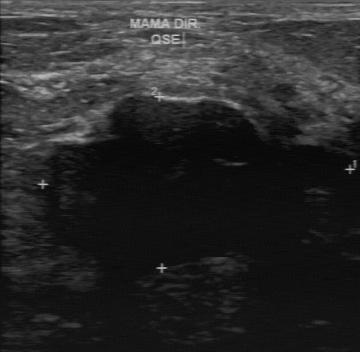
Scanner: GE Logiq 7 @10-14MHz. Modality: breast ultrasound.
Original-read BI-RADS category: 3. Descriptors from an independent second read (not the reader who assigned the category): The margin is irregular. Boundary: unclear. Echo pattern: hypoechoic. No calcifications are seen. The biopsy result was fibroadenoma; the mass is benign.